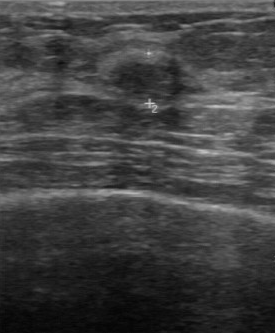
Imaging: breast sonogram.
Original-read BI-RADS category: 3. A second reader, independent of the original assessment, describes a hypoechoic lesion with a regular margin; the boundary is clear. The biopsy result was fibroadenoma; the lesion is benign.